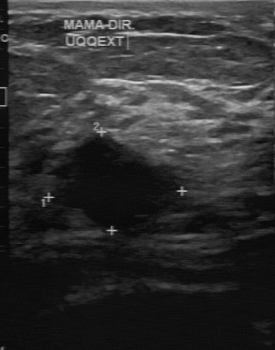
Breast US.
Lesion characteristics:
- boundary: somewhat unclear
- calcifications: absent
- echogenicity: hypoechoic
- contour: partially regular